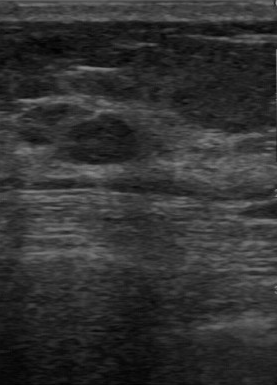
B-mode breast ultrasound.
Biopsy or follow-up result: benign. BI-RADS 3.